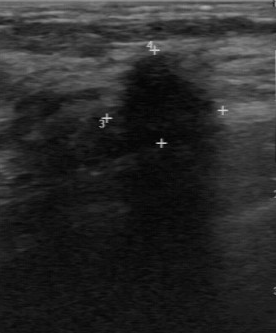
Imaging: breast sonogram.
The lesion was categorized BI-RADS 5 in the original read. Findings on the second read (an independent reader): a hypoechoic lesion, margin irregular, boundary unclear. No calcifications are seen. Pathology confirmed malignant invasive ductal carcinoma.